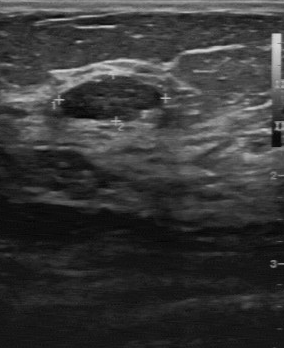
Breast ultrasound image.
The mass is benign on biopsy or follow-up.